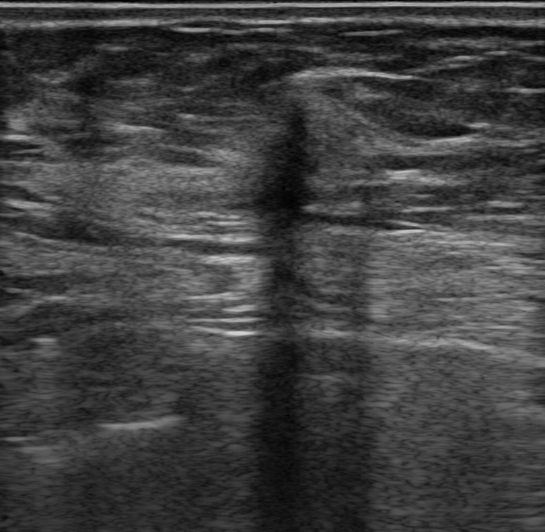
Imaging: breast US.
This breast US shows a finding, malignant on biopsy or follow-up.